B-mode breast ultrasound.
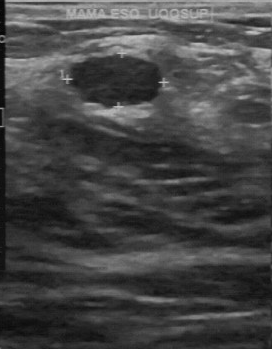
Original-read BI-RADS category: 2. A second reader, independent of the original assessment, describes a hypoechoic breast lesion with a partially regular margin; the boundary is fairly clear. Calcifications: none. Histopathology: cyst (benign).